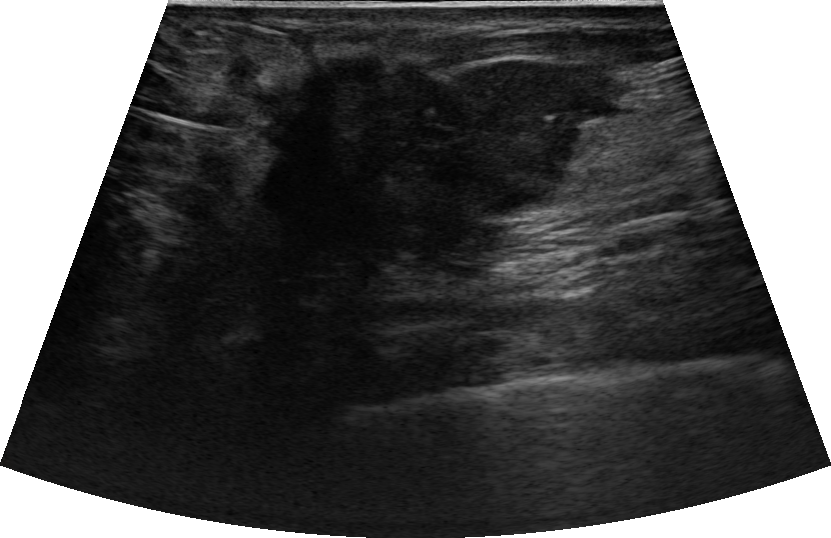
69-year-old patient. Imaging: breast US. Background tissue composition: heterogeneous: predominantly fat.
- calcifications: none
- borders: not circumscribed - angular and microlobulated
- echo pattern: hypoechoic
- outcome on biopsy or follow-up: malignant
- verification: confirmed by biopsy
- echogenic halo: none
- BI-RADS: 5
- lesion shape: irregular